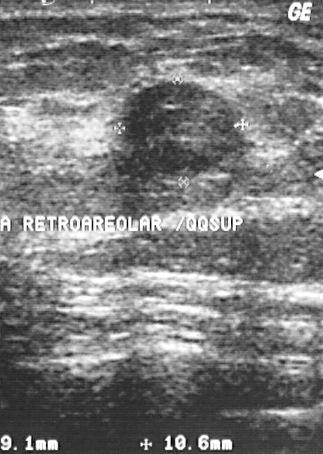
Breast US.
FINDINGS: Breast US. BI-RADS assessment: 2. Outcome on biopsy or follow-up: benign.
OUTCOME ON BIOPSY OR FOLLOW-UP: benign.